76-year-old patient. Imaging: breast US.
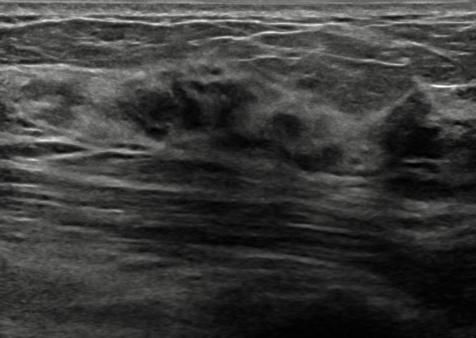
Findings: an irregular breast lesion of hypoechoic echotexture with microlobulated margins. There are no posterior features. There is no echogenic halo. Skin thickening: none. BI-RADS 4B; benign on biopsy or follow-up. Differential on reading: Suspicion of malignancy; Dysplasia.